Imaging: B-mode breast ultrasound.
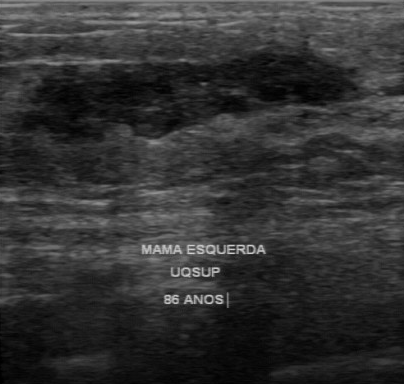
B-mode breast ultrasound findings:
- boundary: clear
- margin: regular
- confirmed outcome (biopsy or follow-up): malignant
- calcifications: none
- internal echoes: mixed cystic and solid